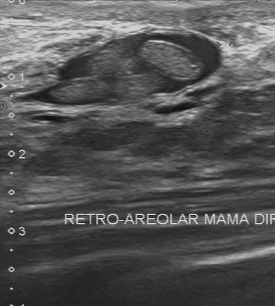
Breast sonogram.
Echogenicity: mixed cystic and solid. No calcifications are seen. The boundary is clear. The confirmed outcome (biopsy or follow-up) is benign. Contour: partially regular.